Background tissue composition: homogeneous: fat. Imaging: breast ultrasound.
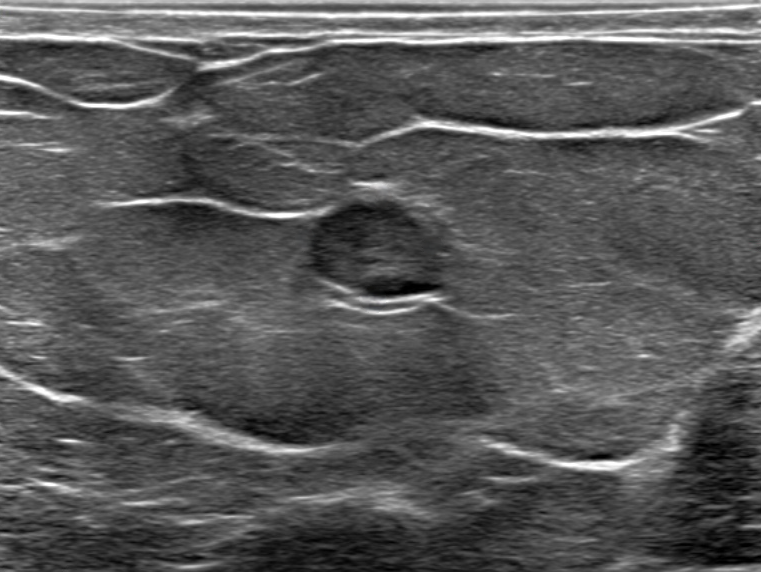
This breast ultrasound shows a lesion, benign on biopsy or follow-up.